Imaging: breast sonogram.
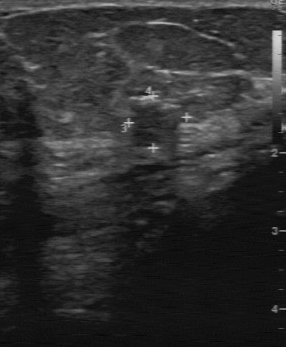
Breast lesion bounding box: (127,103)-(183,146).